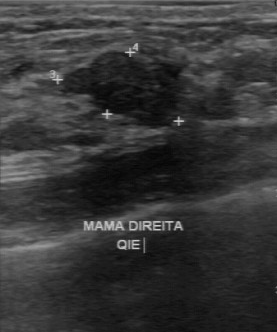
Breast ultrasound. Acquired on GE Logiq 7 @10-14MHz.
Breast ultrasound findings:
- BI-RADS assessment: 3